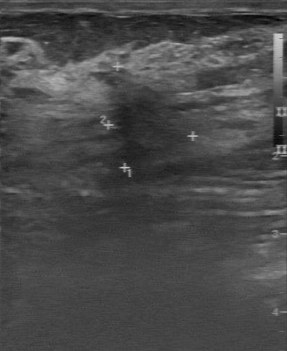
Breast ultrasound.
Original-read BI-RADS category: 4. The following findings are from a second reader, independent of the original assessment. The margin is irregular. The lesion boundary is unclear. The mass is slightly hypoechoic. Calcifications: none. The biopsy result was hyperplasia; the mass is benign.